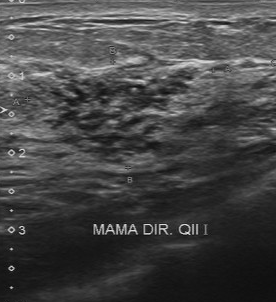
B-mode breast ultrasound.
The original reader assigned BI-RADS 5.
A second, independent read describes the finding as follows.
The margin is partially regular.
Calcifications: multiple calcifications.
Boundary: fairly clear.
The biopsy result was hyperplasia; the finding is benign.